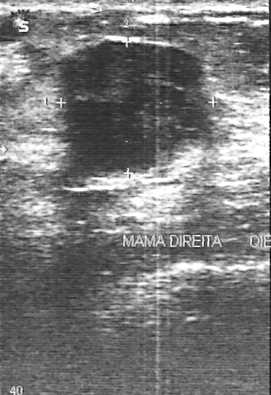
Modality: breast ultrasound.
Breast lesion: benign on biopsy or follow-up. BI-RADS 4.